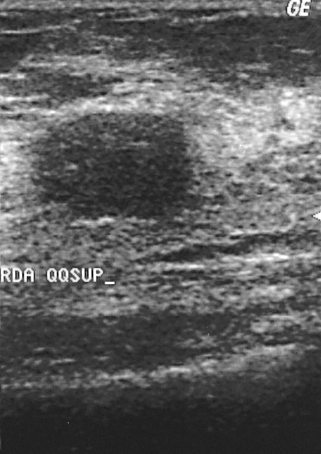
Breast sonogram.
BI-RADS assessment: 2. This breast lesion proved benign on biopsy or follow-up. The biopsy result was fibroadenoma.